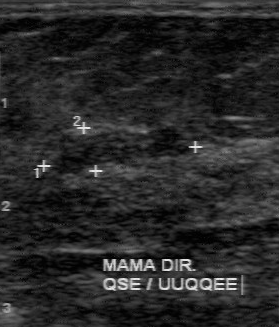
Acquired on GE Logiq 7 @10-14MHz. Imaging: B-mode breast ultrasound.
Lesion boundary: somewhat unclear. Echogenicity: slightly hypoechoic. Contour: partially regular. BI-RADS on independent re-read: 3.
OUTCOME ON BIOPSY OR FOLLOW-UP: benign.